Acquired on GE Logiq 5 @10-12MHz. Imaging: breast ultrasound scan.
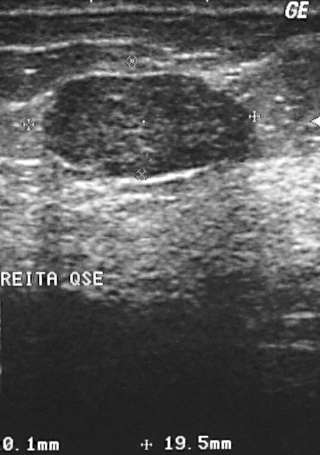
Segment the mass: bounding box (44,75)-(254,179). The mass is benign on biopsy or follow-up.